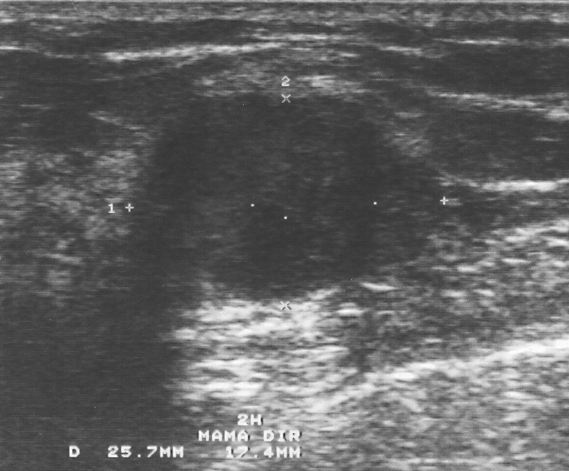
B-mode breast ultrasound.
Biopsy or follow-up result: benign. Histopathology: fibroadenoma (benign). Assigned BI-RADS 3.